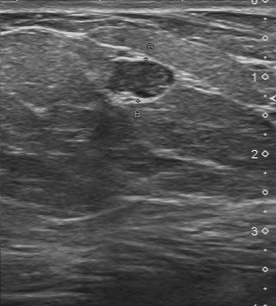
Breast ultrasound.
BI-RADS 4 in the original read. A second reader, independent of the original assessment, describes a slightly hypoechoic breast lesion with a regular margin; the boundary is clear. No calcifications are seen. Biopsy showed fibroadenoma, a benign finding.